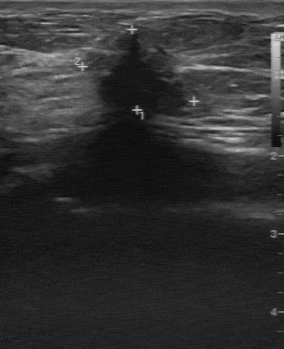
Imaging: breast ultrasound.
- BI-RADS assessment: 4
- outcome on biopsy or follow-up: malignant